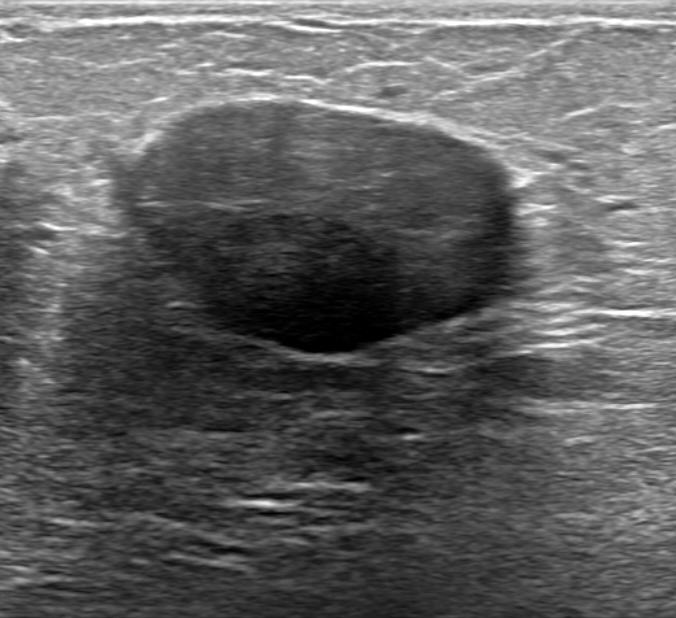
Modality: breast ultrasound image.
Findings: an oval breast lesion of hypoechoic echotexture with margins that are not circumscribed (indistinct). There is posterior shadowing. Calcifications: none. The breast lesion is categorized as BI-RADS 3; on biopsy or follow-up it was benign.